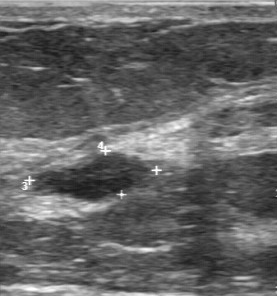
Imaging: breast US. Scanner: GE Logiq 7 @10-14MHz.
Breast US findings:
- BI-RADS category: 3
- biopsy result: fibroadenoma